Imaging: breast US.
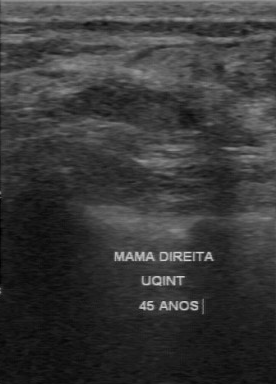
Boundary: clear. Outcome on biopsy or follow-up: benign. The original BI-RADS is 2. BI-RADS on independent re-read: 3. Calcifications are absent.